Modality: breast ultrasound.
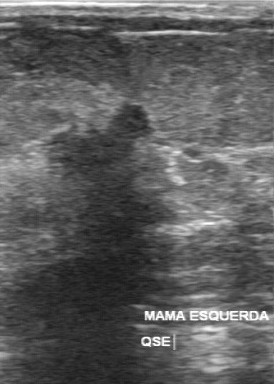
The original reader assigned BI-RADS 5. A second, independent read describes the finding as follows. The margin is irregular. The lesion boundary is unclear. Internally the finding is hypoechoic. No calcifications are seen. The biopsy result was invasive ductal carcinoma; the finding is malignant.